Breast sonogram.
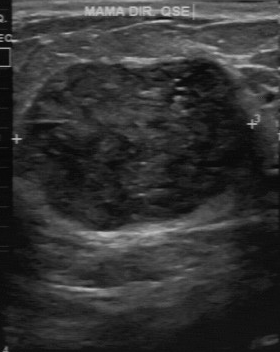
The finding was assessed as BI-RADS 3 by the original reader. On a second read by an independent reader: The lesion boundary is fairly clear. The finding has a regular margin. The finding is slightly hypoechoic. Calcification is suspected. Biopsy showed phyllodes tumor, a benign finding.